Breast US.
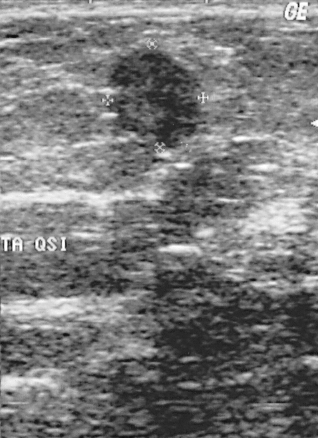
FINDINGS: BI-RADS assessment: 4. Biopsy or follow-up result: benign. Pathology: fibroadenoma.
OUTCOME ON BIOPSY OR FOLLOW-UP: benign.